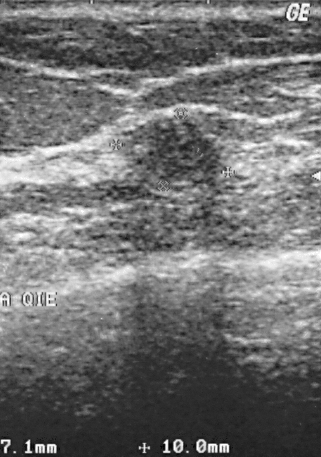
Imaging: breast sonogram.
Biopsy or follow-up result: benign. Histopathology: fibroadenoma (benign). Assigned BI-RADS 2.